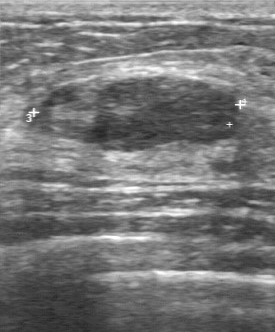
Scanner: GE Logiq 7 @10-14MHz. Modality: breast ultrasound scan.
Pathology is fibroadenoma. Second-reader BI-RADS: 3. The echo pattern is slightly hypoechoic. Confirmed outcome (biopsy or follow-up): benign. Contour is regular.